Breast sonogram.
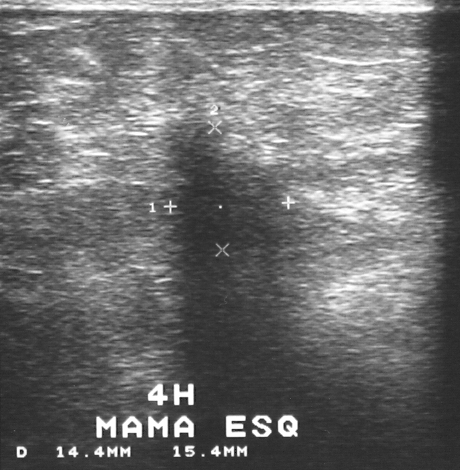
- BI-RADS: 4